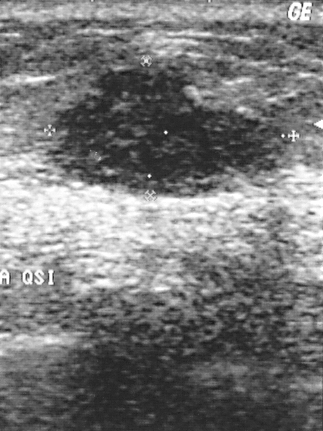
Acquired on GE Logiq 5 @10-12MHz. Modality: breast ultrasound.
Pathology confirmed invasive ductal carcinoma.
BI-RADS assessment: 2.
This finding proved malignant on biopsy or follow-up.